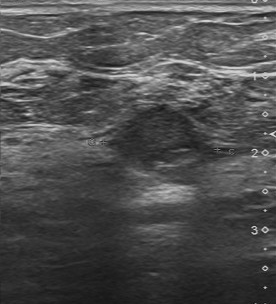
Imaging: breast US. Acquired on Toshiba Aplio 300 @12-14 MHz.
Outcome on biopsy or follow-up is benign. The BI-RADS is 4.